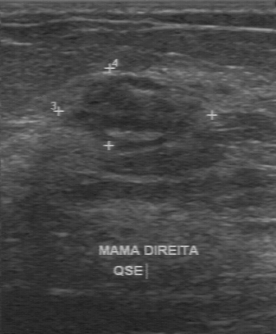
Imaging: breast US.
A breast lesion is seen with BI-RADS assessment: 4, outcome on biopsy or follow-up: malignant, biopsy result: invasive ductal carcinoma.